Modality: breast ultrasound image.
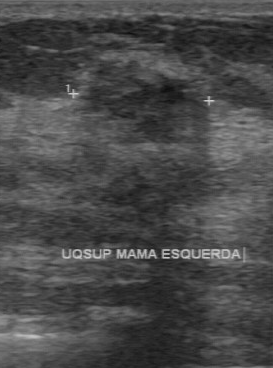
Coordinates are pixels in the 273x368 image. The breast lesion occupies approximately 76 59 191 141. BI-RADS 4.